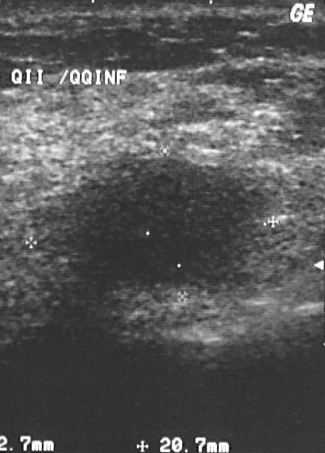
Breast ultrasound.
Breast ultrasound findings:
- confirmed outcome (biopsy or follow-up): malignant
- BI-RADS category: 4